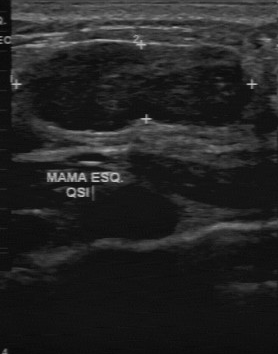
Imaging: B-mode breast ultrasound.
- BI-RADS (second read): 3
- original BI-RADS: 3